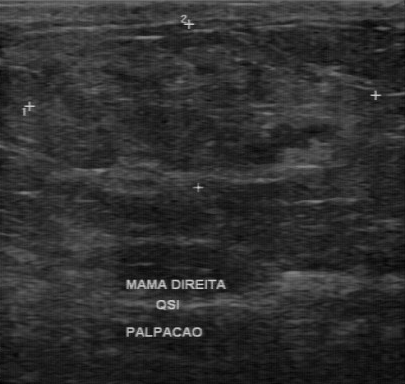
Modality: B-mode breast ultrasound.
(coordinates in a 405x384 pixel frame) The mass occupies approximately x1=33, y1=32, x2=365, y2=175. The mass is benign on biopsy or follow-up.